Scanner: GE Logiq 7 @10-14MHz. Imaging: B-mode breast ultrasound.
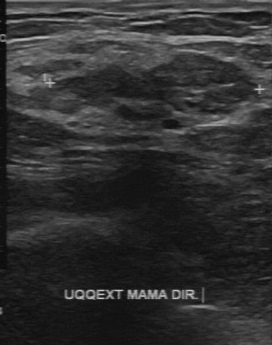
The finding was categorized BI-RADS 4 in the original read. Findings on the second read (an independent reader): a slightly hypoechoic finding, margin partially regular, boundary fairly clear. Histopathology: fibroadenoma (benign).